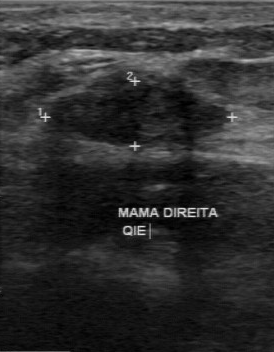
Imaging: breast ultrasound scan.
A lesion is seen with calcifications: absent, regular lesion margin, hypoechoic internal echoes, histopathology: fibroadenoma, clear lesion boundary.